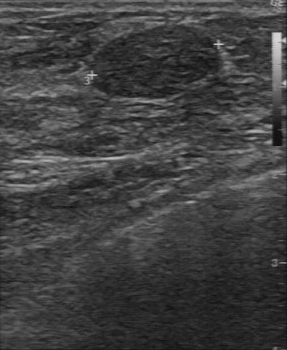
Scanner: GE Logiq 7 @10-14MHz. Modality: breast US.
The mass was assessed as BI-RADS 2 by the original reader. A second reader, independent of the original assessment, describes a slightly hypoechoic mass with a regular margin; the boundary is clear. There are no calcifications. Pathology confirmed benign fibroadenoma.